Breast ultrasound scan.
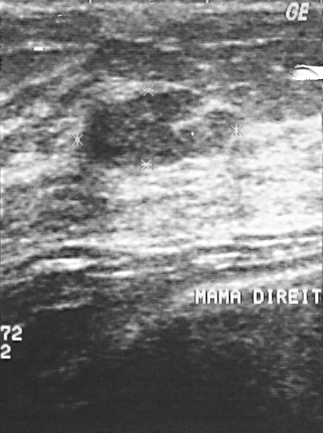
Biopsy or follow-up result: benign. (BI-RADS category 2.)